Imaging: breast sonogram.
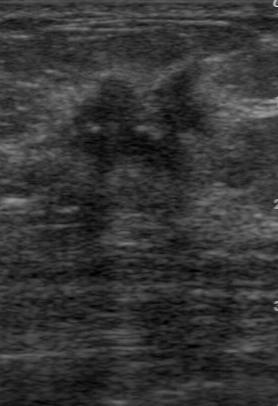
Coordinates are pixels in the 278x406 image. The finding is located within the bounding box x1=60, y1=59, x2=218, y2=180.